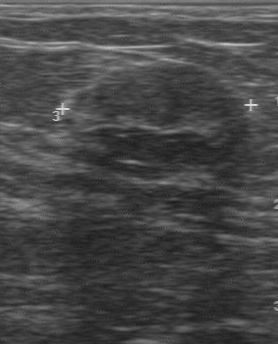
Imaging: breast sonogram.
This breast sonogram shows a breast lesion with regular lesion margin, independent BI-RADS assessment: 3, calcifications: absent, hypoechoic echo pattern.